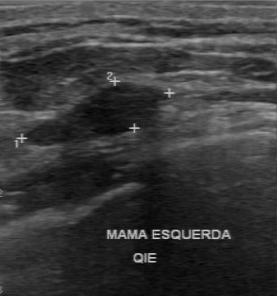
Acquired on GE Logiq 7 @10-14MHz. Breast ultrasound scan.
The finding demonstrates biopsy or follow-up result: benign, BI-RADS: 2.